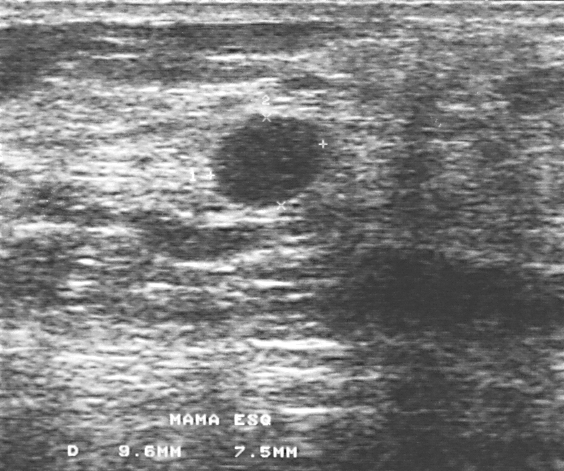
Scanner: GE Logiq 5 @10-12MHz. Imaging: breast sonogram.
Biopsy or follow-up result: benign.